Modality: breast ultrasound scan.
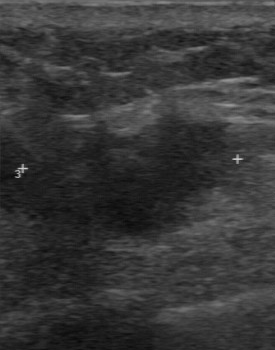
BI-RADS category is 4. The biopsy or follow-up result is malignant.